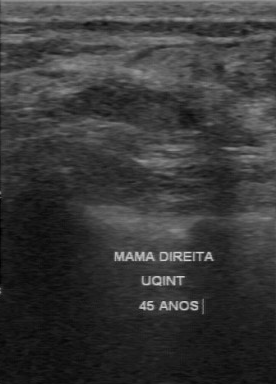
Imaging: B-mode breast ultrasound.
Original-read BI-RADS category: 2. A second, independent read describes the finding as follows. The finding has a regular margin. Boundary: clear. Internally the finding is hypoechoic. No calcifications are seen. The biopsy result was lipoma; the finding is benign.